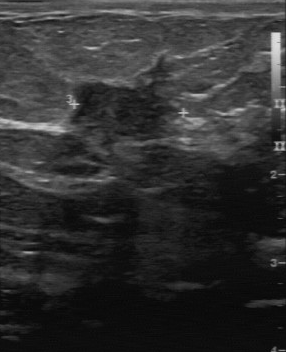
Modality: breast ultrasound scan.
Lesion characteristics:
- echogenicity: hypoechoic
- original BI-RADS: 5
- second-reader BI-RADS: 4A